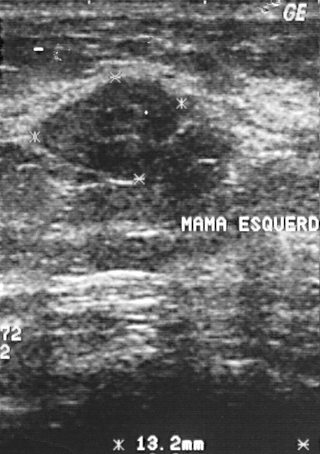
Acquired on GE Logiq 5 @10-12MHz. Modality: breast US.
(coordinates in a 320x454 pixel frame) The breast lesion is located within the bounding box (40, 77) to (229, 196).